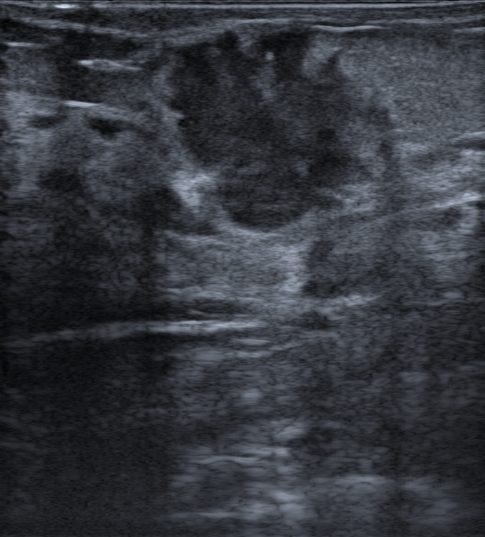
Breast ultrasound image.
Pixel coordinates (x1, y1, x2, y2): Segment the mass: bounding box x1=146, y1=24, x2=383, y2=231.